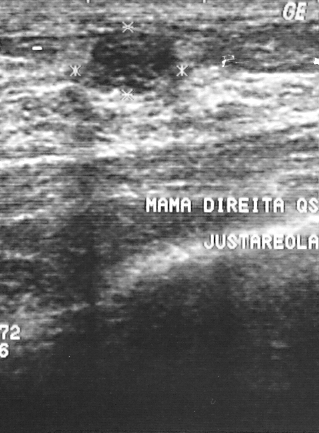
Imaging: breast US.
Outcome on biopsy or follow-up: benign.